Imaging: breast ultrasound image.
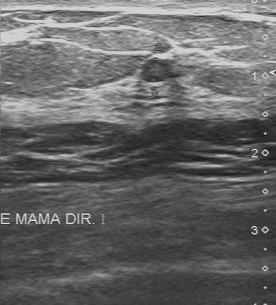
Original-read BI-RADS category: 3.
Descriptors from an independent second read (not the reader who assigned the category):
Boundary: clear.
The margin is regular.
Echo pattern: slightly hypoechoic.
There are no calcifications.
The biopsy result was hyperplasia; the mass is benign.